Scanner: Toshiba Aplio 300 @12-14 MHz. B-mode breast ultrasound.
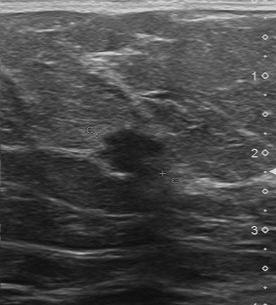
The margin is partially regular. Outcome on biopsy or follow-up is malignant. Boundary is somewhat unclear. No calcifications are seen. The internal echoes are hypoechoic.